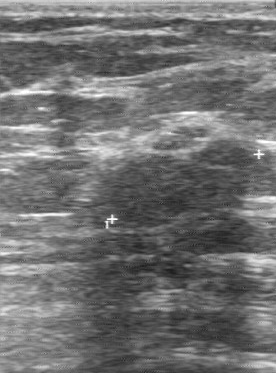
Breast ultrasound.
FINDINGS: Breast ultrasound. BI-RADS (first reader): 4. Boundary: clear. Independent BI-RADS assessment: 2.